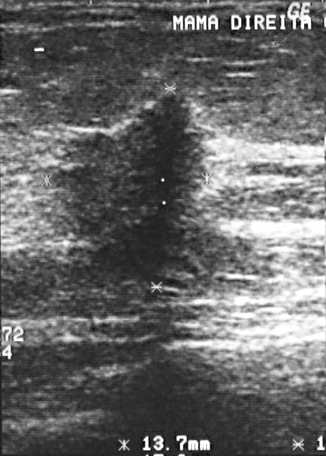
Imaging: breast sonogram.
Breast sonogram findings:
- BI-RADS: 5